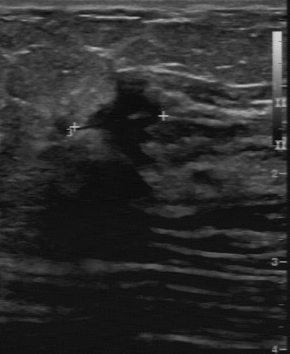
Imaging: breast ultrasound image.
Original-read BI-RADS category: 5. A second, independent read describes the finding as follows. The lesion boundary is unclear. The margin is irregular. Echo pattern: hypoechoic. There are no calcifications. Biopsy showed invasive ductal carcinoma, a malignant finding.